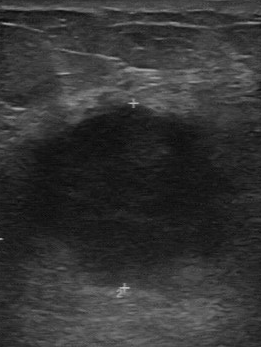
Modality: breast US.
This breast US shows a mass with hypoechoic internal echoes, calcifications: none, unclear lesion boundary, irregular contour.